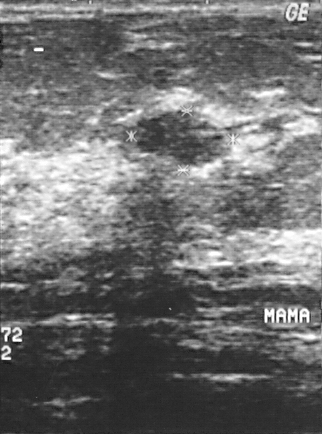
Imaging: B-mode breast ultrasound.
Finding: lesion, benign on biopsy or follow-up. BI-RADS 2.